Breast sonogram.
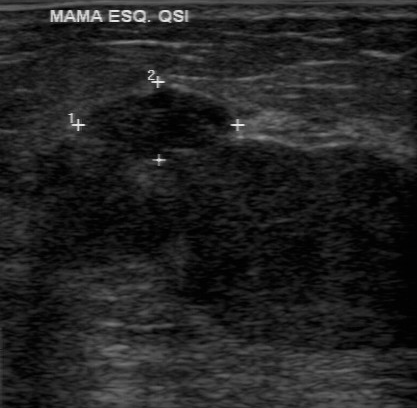
The mass was assessed as BI-RADS 4 by the original reader. A second reader, independent of the original assessment, describes a hypoechoic mass with a regular margin; the boundary is clear. No calcifications are seen. Histopathology: phyllodes tumor (malignant).